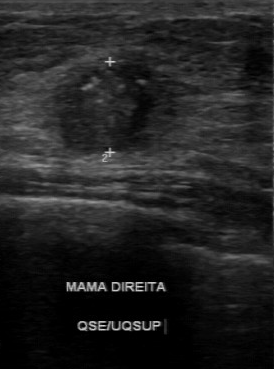
Imaging: breast ultrasound scan.
FINDINGS: Breast ultrasound scan. Boundary: unclear. BI-RADS (first reader): 4. Independent BI-RADS assessment: 4C.